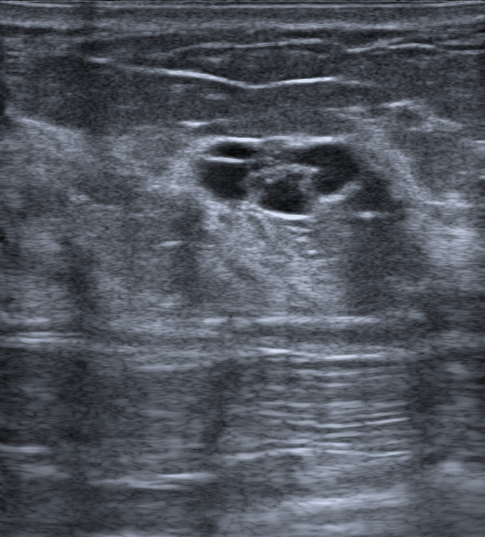
Background tissue composition: homogeneous: fibroglandular. Breast sonogram.
Coordinates are pixels in the 485x537 image. Lesion bounding box: 189 135 365 217. The lesion is benign on biopsy or follow-up. BI-RADS 2.